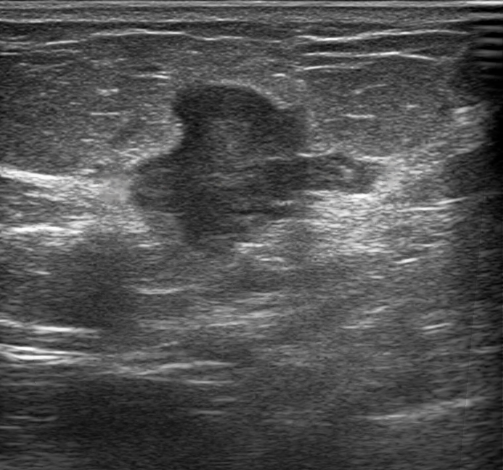
Modality: breast ultrasound.
The finding is irregular and heterogeneous; its margin is not circumscribed (angular and indistinct). There is posterior shadowing. Echogenic halo: present. BI-RADS 4C; malignant on biopsy or follow-up.